Breast ultrasound scan.
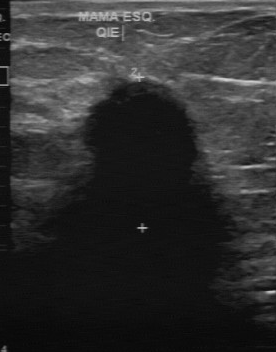
BI-RADS 5 in the original read; on a second read the margin is irregular, the boundary unclear and the lesion hypoechoic. Biopsy showed invasive ductal carcinoma, a malignant finding.